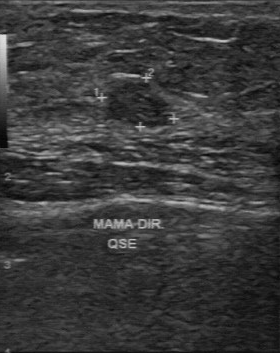
Modality: breast ultrasound.
Biopsy or follow-up result is malignant. There are no calcifications. Internal echoes: slightly hypoechoic. Lesion boundary is clear. The margin is regular.